Imaging: B-mode breast ultrasound.
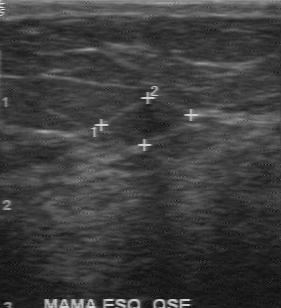
BI-RADS 2 in the original read; on a second read the margin is regular, the boundary clear and the finding hypoechoic. Histopathology: fibroadenoma (benign).